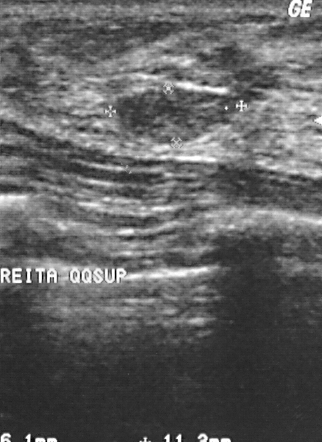
Imaging: breast ultrasound image.
A finding is seen. Assessment: BI-RADS 2. Pathology confirmed benign fibroadenoma.